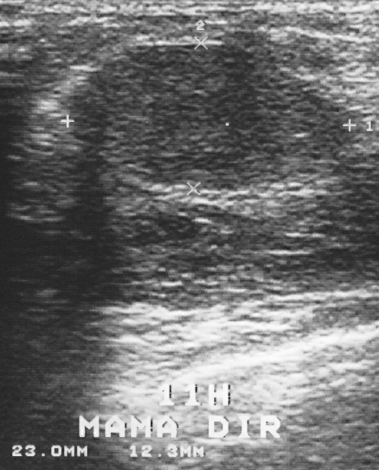
Acquired on GE Logiq 5 @10-12MHz. Modality: breast ultrasound image.
Coordinates are pixels in the 379x470 image. Lesion region of interest: (70, 44) to (339, 191).